Imaging: breast ultrasound scan.
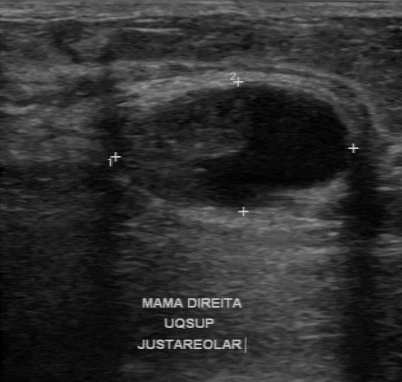
The pathology is sclerosing adenosis. BI-RADS category is 4. Confirmed outcome (biopsy or follow-up) is benign.